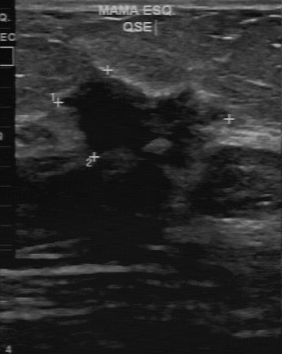
B-mode breast ultrasound.
This B-mode breast ultrasound shows a finding, malignant on biopsy or follow-up.